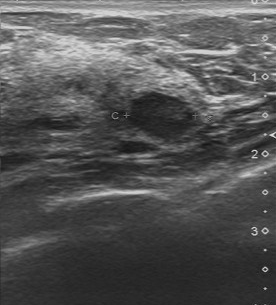
Modality: breast ultrasound. Acquired on Toshiba Aplio 300 @12-14 MHz.
Segment the mass: bounding box [127, 92, 195, 141]. The mass is benign on biopsy or follow-up.